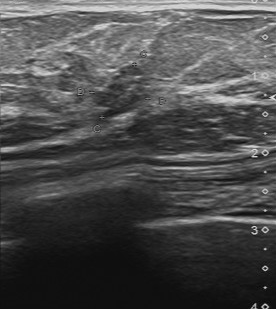
Imaging: breast ultrasound image. Scanner: Toshiba Aplio 300 @12-14 MHz.
(coordinates in a 276x309 pixel frame) The breast lesion is located within the bounding box x1=89, y1=65, x2=151, y2=118. BI-RADS 4.